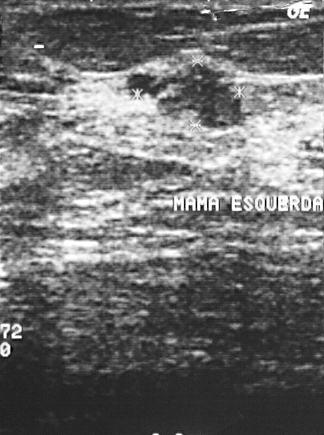
Breast US.
This breast US shows a finding. It was assessed as BI-RADS 4. The biopsy result was fibrocystic changes; the finding is benign.